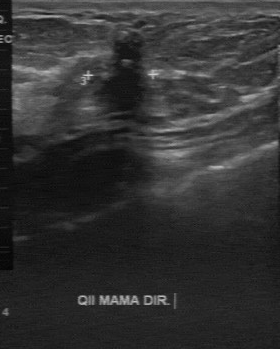
B-mode breast ultrasound.
FINDINGS: B-mode breast ultrasound. BI-RADS category: 4. Outcome on biopsy or follow-up: malignant.
OUTCOME ON BIOPSY OR FOLLOW-UP: malignant.